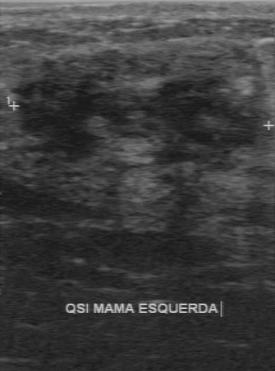
Modality: B-mode breast ultrasound. Acquired on GE Logiq 7 @10-14MHz.
The lesion was categorized BI-RADS 4 in the original read. Findings on the second read (an independent reader): a hypoechoic lesion, margin regular, boundary somewhat unclear. Biopsy showed fibrocystic changes, a benign finding.